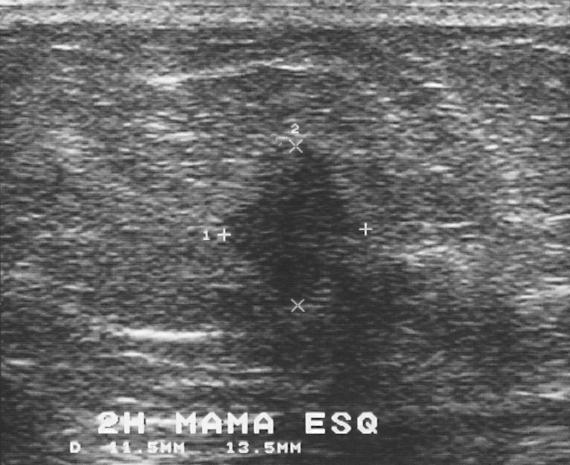
Modality: B-mode breast ultrasound.
Lesion: malignant on biopsy or follow-up. BI-RADS 4.